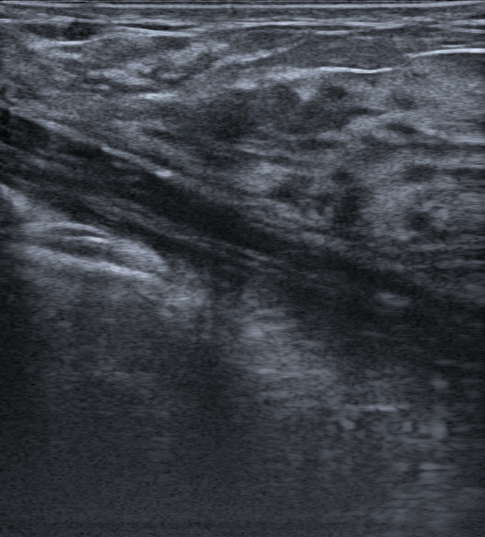
Imaging: breast ultrasound image.
BI-RADS category 3. Radiologic interpretation: Dysplasia; Fibroadenoma; Adenosis. Biopsy result: Fibrosclerosis. Echogenic halo: absent. No calcifications are seen. Posterior features: none. It has an oval shape. Its echo pattern is hypoechoic. There is no skin thickening. Margins are circumscribed.